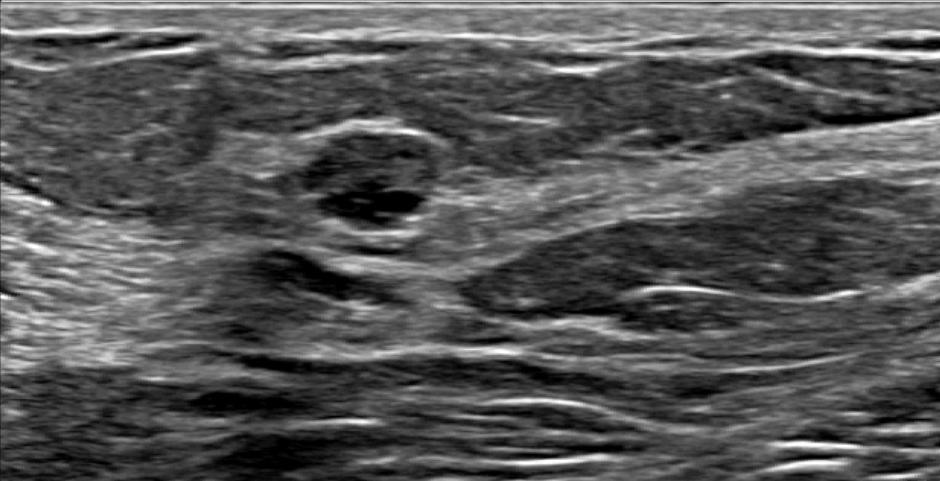
Modality: breast US. Background tissue composition: homogeneous: fat.
Pixel coordinates (x1, y1, x2, y2): Lesion region of interest: (294,117)-(442,238). The breast lesion is benign on biopsy or follow-up.